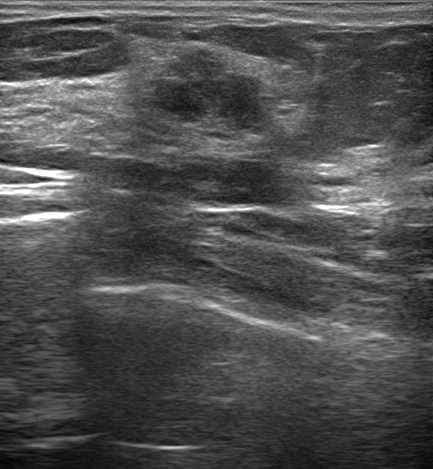
Patient age: 40. Modality: B-mode breast ultrasound.
(coordinates in a 433x469 pixel frame) Segment the mass: bounding box (144, 47) to (280, 148).